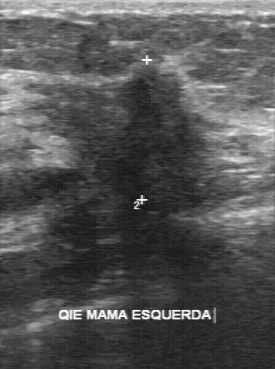
Imaging: breast ultrasound image.
- outcome on biopsy or follow-up: malignant
- independent BI-RADS assessment: 4C
- margin: irregular
- lesion boundary: unclear